Imaging: breast US.
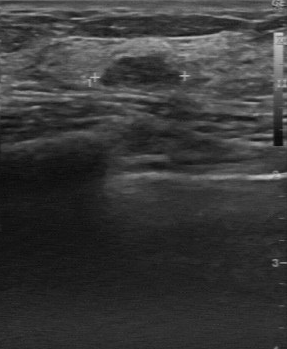
Coordinates are pixels in the 287x349 image. Breast lesion bounding box: (101,57)-(180,91).